Modality: breast ultrasound image.
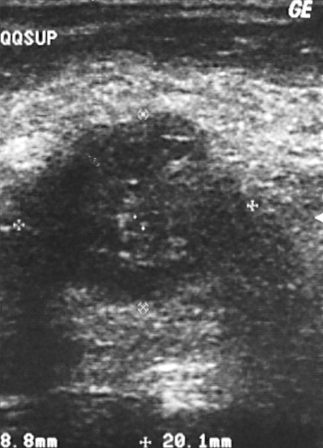
BI-RADS assessment: 5.
Biopsy or follow-up result: malignant.
Biopsy showed invasive ductal carcinoma.